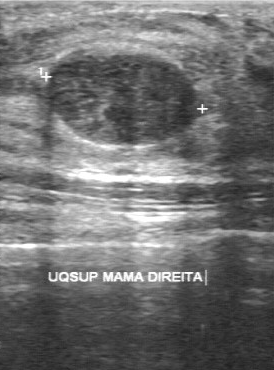
Imaging: breast US.
This breast US shows a breast lesion with pathology: fibroadenoma, BI-RADS: 3.